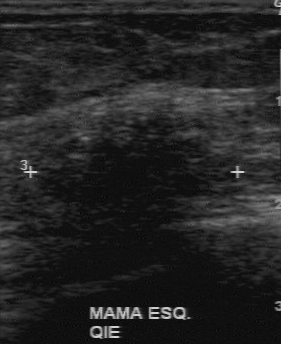
Breast sonogram. Scanner: GE Logiq 7 @10-14MHz.
The original reader assigned BI-RADS 4.
On a second read by an independent reader:
The lesion has an irregular margin.
The lesion is hypoechoic.
Its boundary is unclear.
Calcifications: suspected.
Histopathology: invasive ductal carcinoma (malignant).